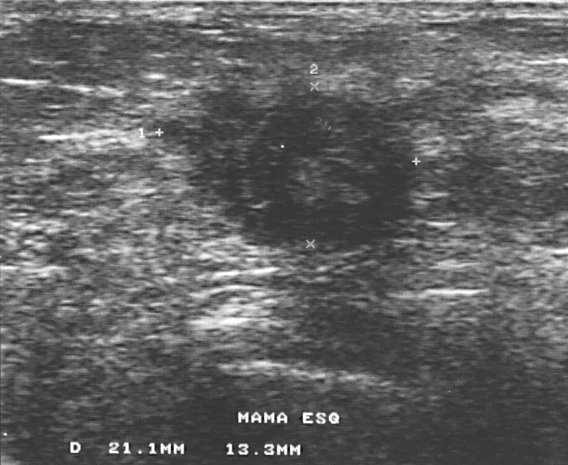
Imaging: breast US.
Finding: mass, malignant on biopsy or follow-up. (BI-RADS category 4.)